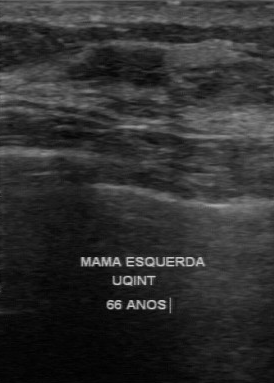
Modality: breast ultrasound image.
BI-RADS (second read) is 3. Biopsy or follow-up result is benign. Pathology: fibroadenoma.